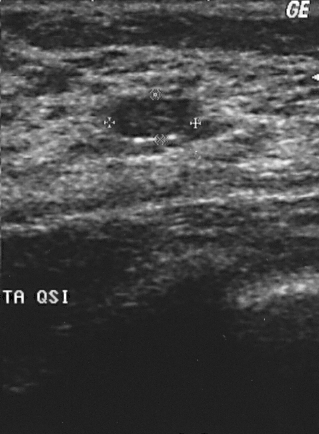
Modality: B-mode breast ultrasound.
Lesion characteristics:
- histopathology: fibroadenoma
- BI-RADS category: 2
- confirmed outcome (biopsy or follow-up): benign